Scanner: GE Logiq 5 @10-12MHz. Imaging: breast sonogram.
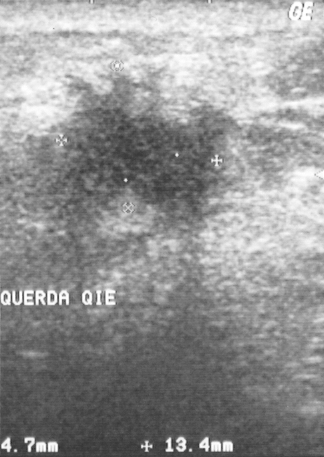
BI-RADS assessment is 4.